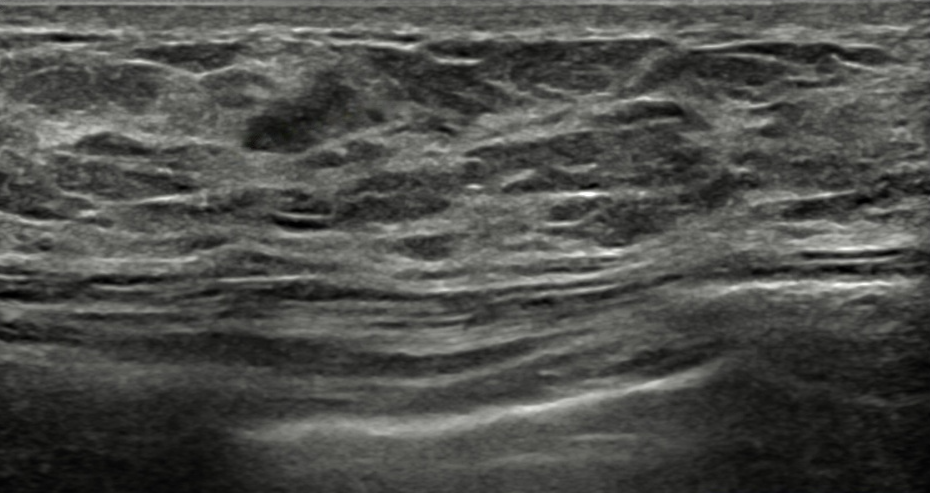
Breast US. Age 38.
Finding: breast lesion, benign on biopsy or follow-up.